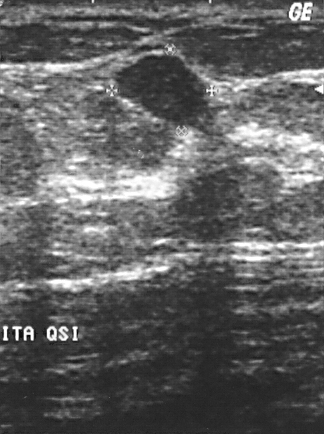
Modality: breast ultrasound image.
Breast lesion: benign on biopsy or follow-up. BI-RADS 2.